Background tissue composition: lactating and homogeneous: fibroglandular. Imaging: breast sonogram.
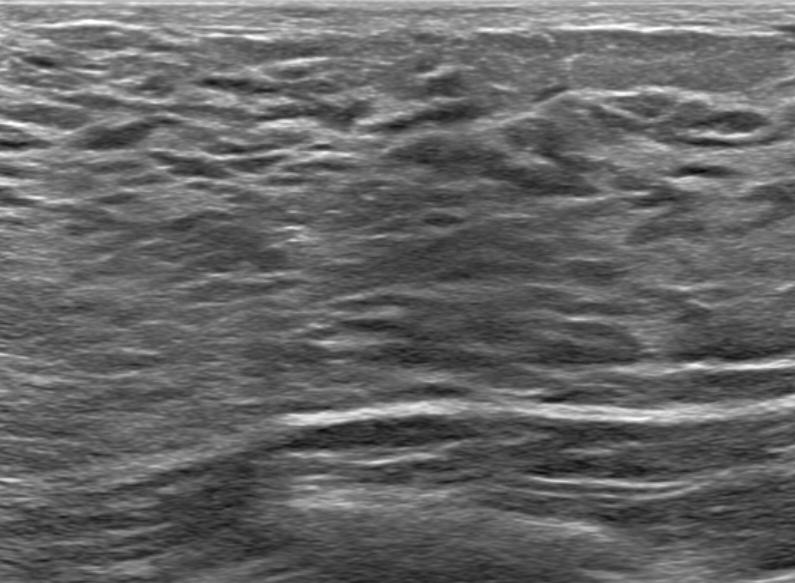
Normal breast sonogram -- no focal lesion identified. BI-RADS 1.